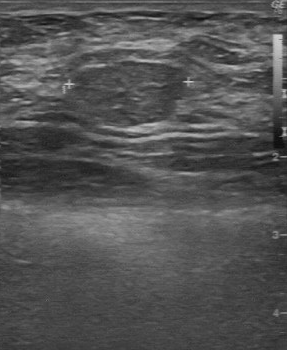
Imaging: breast sonogram.
(coordinates in a 287x350 pixel frame) Lesion region of interest: [72, 62, 186, 127].